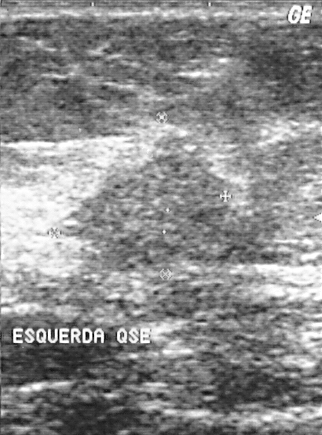
Imaging: breast ultrasound scan.
BI-RADS assessment: 4. Histopathology: intraductal papilloma. Outcome on biopsy or follow-up: benign.